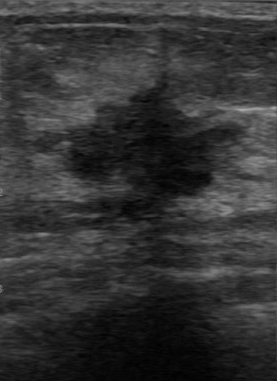
Breast ultrasound scan.
Biopsy or follow-up result: malignant. BI-RADS 4.